Breast sonogram.
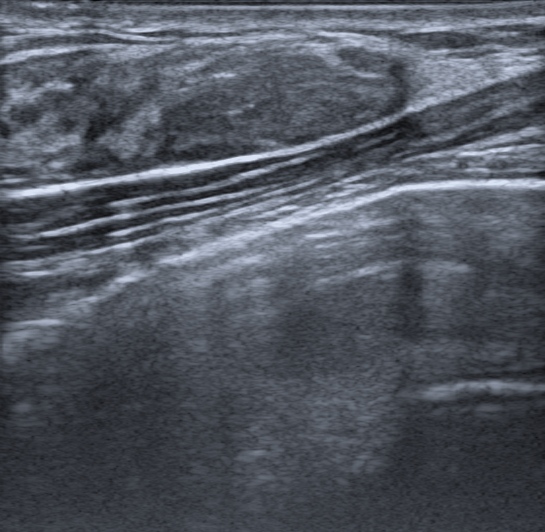
Findings: an oval finding of hypoechoic echotexture with a circumscribed margin. There are no posterior features. There are no calcifications. No skin thickening is seen. The finding is categorized as BI-RADS 4A; on biopsy or follow-up it was benign. Biopsy result: Fibroadenoma.